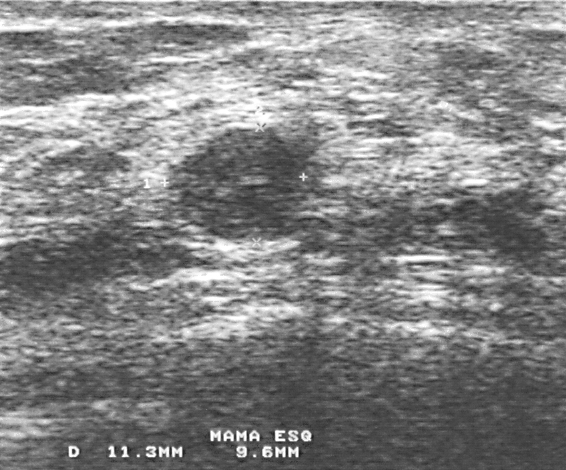
Scanner: GE Logiq 5 @10-12MHz. Imaging: breast ultrasound.
Coordinates are pixels in the 566x470 image. The finding occupies approximately [165, 128, 301, 239]. BI-RADS 4.